Breast ultrasound scan.
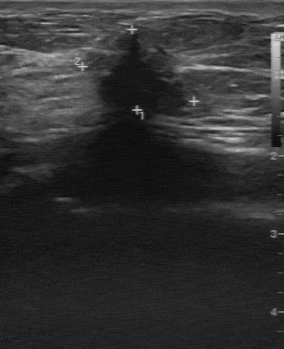
The finding was assessed as BI-RADS 4 by the original reader. Descriptors from an independent second read (not the reader who assigned the category): Internally the finding is hypoechoic. Calcifications: none. The margin is irregular. Its boundary is unclear. Biopsy showed invasive lobular carcinoma, a malignant finding.